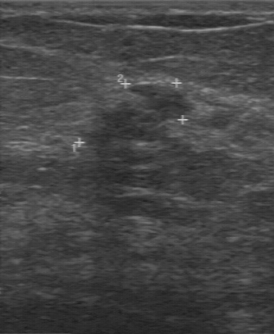
Breast sonogram.
Lesion boundary is unclear. No calcifications are seen. The lesion margin is irregular. Echogenicity: slightly hypoechoic. Histopathology: invasive ductal carcinoma.